Modality: B-mode breast ultrasound. Acquired on GE Logiq 5 @10-12MHz.
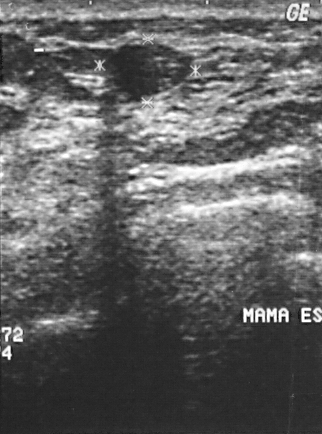
Biopsy or follow-up result: benign.